Breast ultrasound scan.
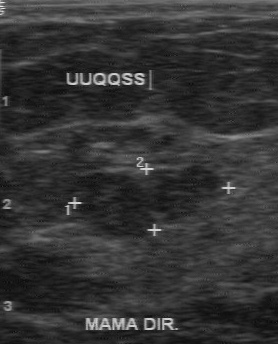
This breast ultrasound scan shows a breast lesion with regular margin, clear lesion boundary, calcifications: absent, outcome on biopsy or follow-up: benign, hypoechoic echo pattern.